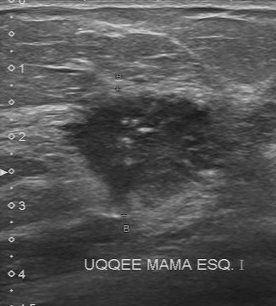
Modality: breast sonogram. Scanner: Toshiba Aplio 300 @12-14 MHz.
This breast sonogram shows a lesion, malignant on biopsy or follow-up.